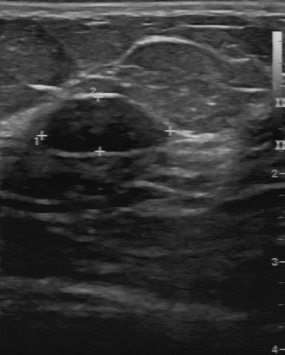
Scanner: GE Logiq 7 @10-14MHz. B-mode breast ultrasound.
Internal echoes: hypoechoic. No calcifications are seen. Lesion boundary: clear. Contour: regular.